Modality: breast ultrasound scan.
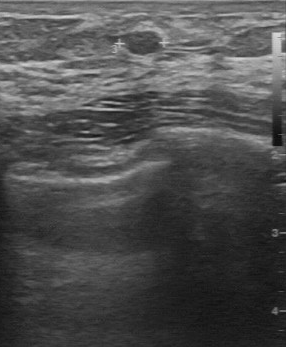
BI-RADS 3 in the original read. A second reader, independent of the original assessment, describes a slightly hypoechoic finding with a regular margin; the boundary is clear. Histopathology: cyst (benign).